Imaging: breast sonogram.
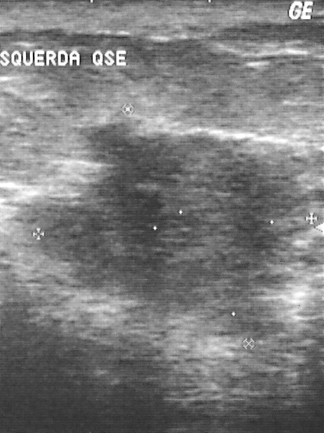
BI-RADS: 5.